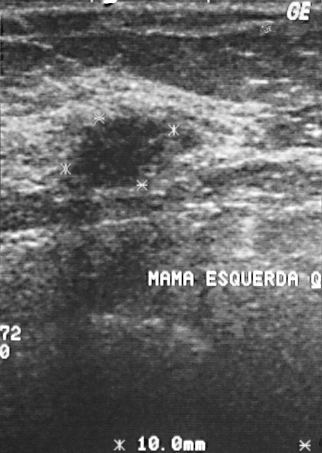
Breast ultrasound.
A finding is present on this breast ultrasound. It was assessed as BI-RADS 3. The biopsy result was cyst; the finding is benign.